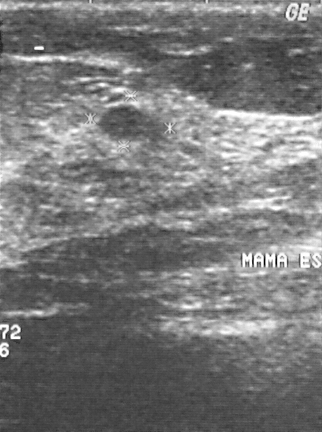
Breast ultrasound scan.
The pathology is fibroadenoma. The confirmed outcome (biopsy or follow-up) is benign. BI-RADS assessment: 2.